Imaging: breast ultrasound.
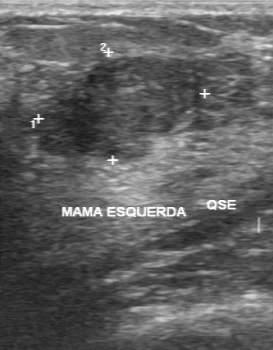
The mass is benign on biopsy or follow-up. BI-RADS 3.